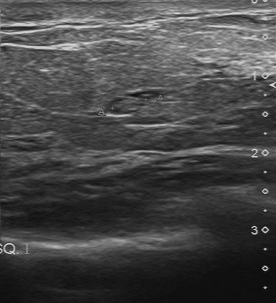
Imaging: breast ultrasound image.
Pixel coordinates (x1, y1, x2, y2): Mass bounding box: top-left (106, 91), bottom-right (160, 114). The mass is benign on biopsy or follow-up.